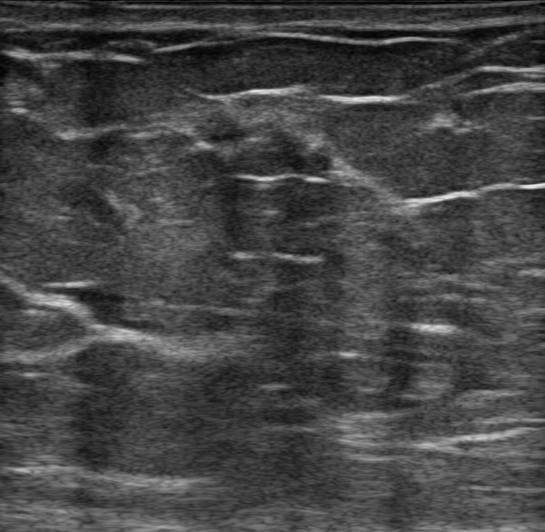
Modality: B-mode breast ultrasound.
Coordinates are pixels in the 545x532 image. Lesion bounding box: (198, 105) to (337, 183). The lesion is benign on biopsy or follow-up.